Modality: breast sonogram.
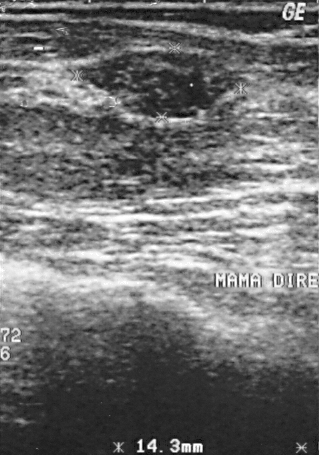
Pixel coordinates (x1, y1, x2, y2): Segment the lesion: bounding box top-left (84, 51), bottom-right (230, 118).